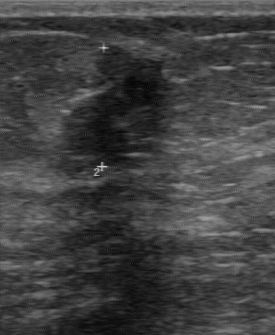
Breast ultrasound image.
Lesion region of interest: 57 47 177 176.